Breast ultrasound.
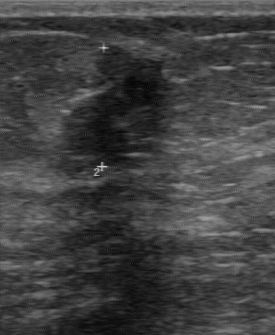
The finding was assessed as BI-RADS 4 by the original reader. A second reader, independent of the original assessment, describes a heterogeneous finding with a partially regular margin; the boundary is clear. Histopathology: fibroadenoma (benign).